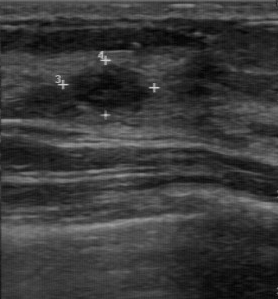
Scanner: GE Logiq 7 @10-14MHz. Imaging: breast ultrasound image.
The mass was categorized BI-RADS 4 in the original read.
A second, independent read describes the mass as follows.
Margin: regular.
Boundary: clear.
The mass is hypoechoic.
No calcifications are seen.
The biopsy result was sclerosing adenosis; the mass is benign.